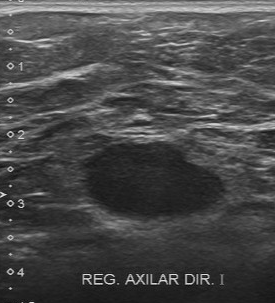
Breast sonogram.
BI-RADS 4 in the original read; on a second read the margin is regular, the boundary clear and the lesion hypoechoic. Calcifications: none. Histopathology: invasive ductal carcinoma (malignant).